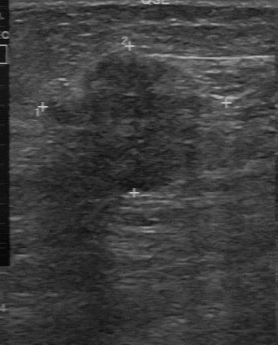
Imaging: breast sonogram.
Breast sonogram findings:
- calcifications: none
- echo pattern: slightly hypoechoic
- contour: partially regular
- boundary: somewhat unclear
- confirmed outcome (biopsy or follow-up): malignant